Breast ultrasound. Scanner: GE Logiq 5 @10-12MHz.
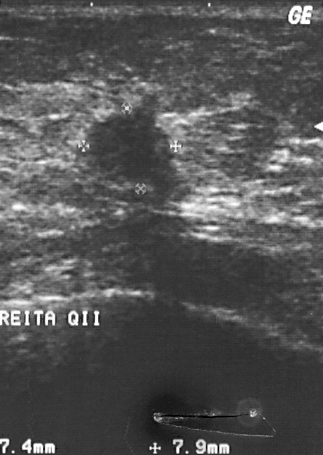
- BI-RADS assessment: 4
- outcome on biopsy or follow-up: malignant